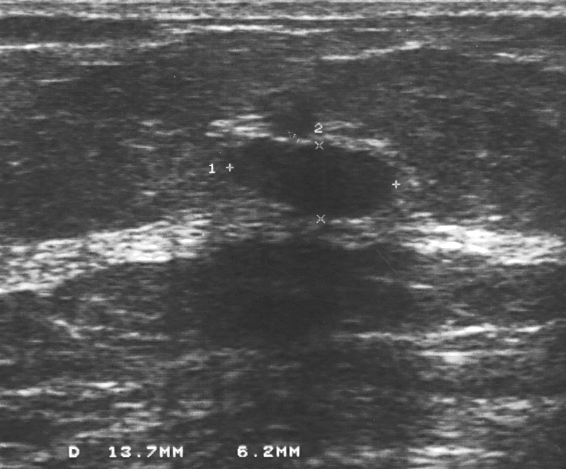
Modality: breast US.
This breast US shows a finding. BI-RADS category 2. Histopathology: fibroadenoma (benign).